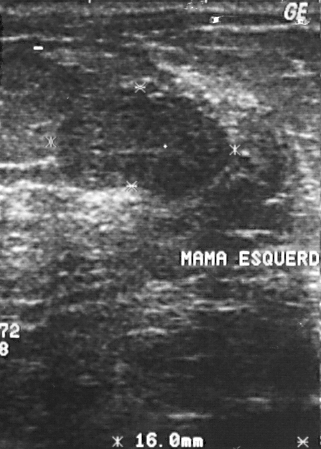
Modality: breast ultrasound image.
This breast ultrasound image shows a mass with BI-RADS category: 2, biopsy or follow-up result: benign.